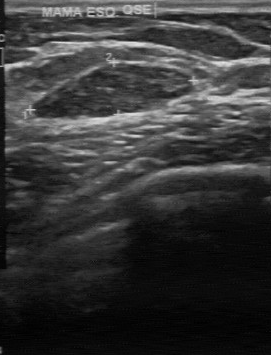
Breast ultrasound scan.
This breast ultrasound scan shows a lesion with slightly hypoechoic echo pattern, regular margin, calcifications: none, confirmed outcome (biopsy or follow-up): benign, clear boundary.